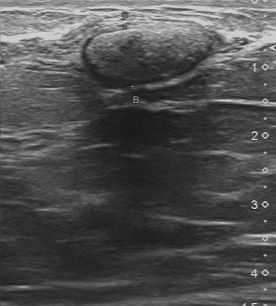
Modality: breast ultrasound. Scanner: Toshiba Aplio 300 @12-14 MHz.
The breast lesion is benign on biopsy or follow-up. BI-RADS 4.